Imaging: B-mode breast ultrasound.
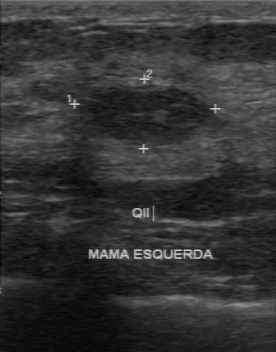
BI-RADS 2 in the original read.
Descriptors from an independent second read (not the reader who assigned the category):
Internally the mass is hypoechoic.
There are no calcifications.
Margin: regular.
The lesion boundary is clear.
Histopathology: lipoma (benign).